Modality: breast US.
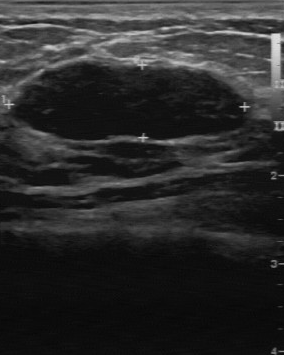
BI-RADS 3 in the original read; on a second read the margin is regular, the boundary clear and the finding hypoechoic. Calcifications: none. Histopathology: fibroadenoma (benign).